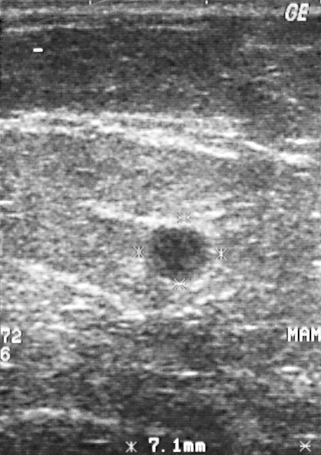
B-mode breast ultrasound.
Pixel coordinates (x1, y1, x2, y2): The breast lesion is located within the bounding box x1=145, y1=226, x2=207, y2=281. The breast lesion is benign on biopsy or follow-up.